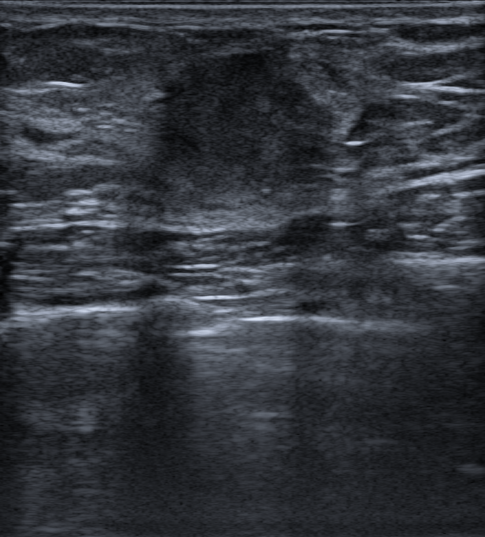
B-mode breast ultrasound.
There is an echogenic halo. The margin is not circumscribed (spiculated and indistinct). Echogenicity: hypoechoic. There are no posterior acoustic features. It has an irregular shape. No skin thickening is seen. There are no calcifications. Radiologist's impression: Suspicion of malignancy; Fibroadenoma. Biopsy result: Mucinous carcinoma. The mass is malignant on biopsy or follow-up. BI-RADS category 4C.